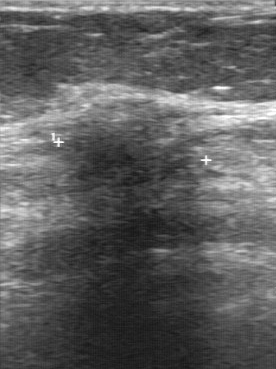
Modality: B-mode breast ultrasound. Scanner: GE Logiq 7 @10-14MHz.
This B-mode breast ultrasound shows a breast lesion with irregular margin, calcifications: suspected, outcome on biopsy or follow-up: malignant, unclear boundary, slightly hypoechoic internal echoes.